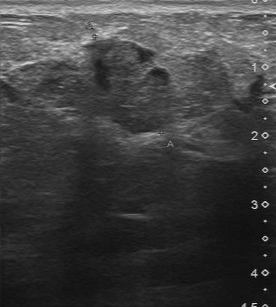
Modality: breast ultrasound.
Biopsy or follow-up result: malignant.